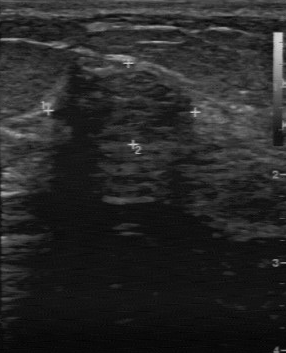
Modality: breast US.
BI-RADS 3 in the original read. On a second, independent read, a mass with a regular margin and a fairly clear boundary is seen; it is heterogeneous. Pathology confirmed benign fibroadenoma.